Imaging: breast ultrasound.
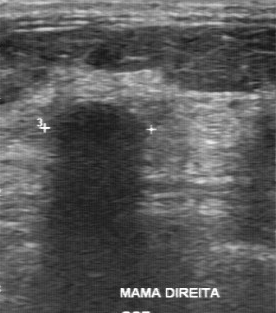
Biopsy or follow-up result: benign. BI-RADS is 2.